Modality: breast ultrasound.
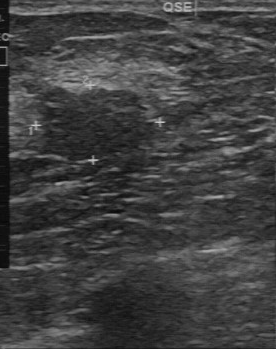
This breast ultrasound shows a lesion with calcifications: absent, partially regular contour, slightly hypoechoic echo pattern, independent BI-RADS assessment: 3, somewhat unclear boundary.